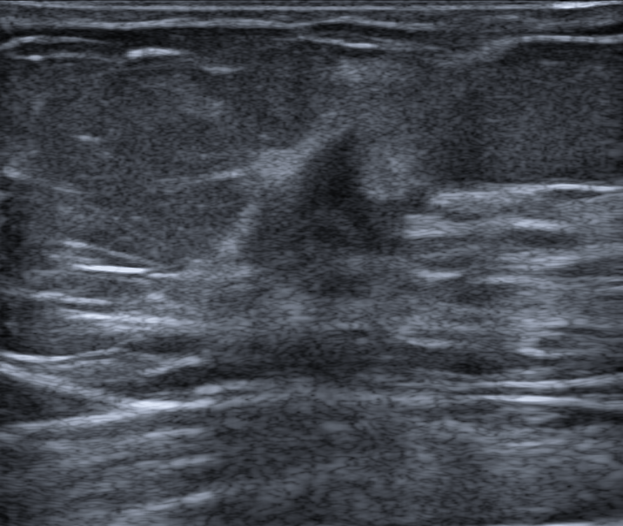
Background tissue composition: heterogeneous: predominantly fat. Modality: B-mode breast ultrasound.
The finding is malignant on biopsy or follow-up. BI-RADS 4C.